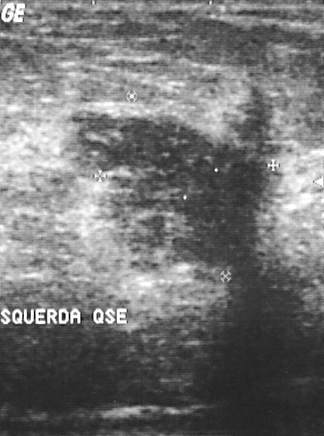
B-mode breast ultrasound.
Assigned BI-RADS 5. The biopsy result was invasive ductal carcinoma; the breast lesion is malignant.